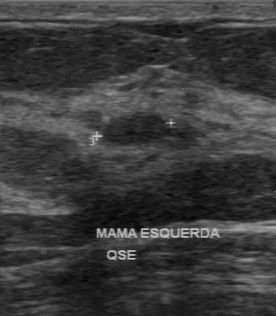
Modality: breast sonogram. Scanner: GE Logiq 7 @10-14MHz.
BI-RADS 2 in the original read. Descriptors from an independent second read (not the reader who assigned the category): The lesion boundary is clear. The lesion has a regular margin. The lesion is hypoechoic. Calcifications: none. Histopathology: fibroadenoma (benign).